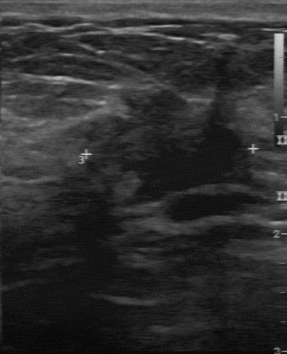
B-mode breast ultrasound.
Pixel coordinates (x1, y1, x2, y2): Segment the mass: bounding box x1=60, y1=85, x2=271, y2=218. The mass is malignant on biopsy or follow-up. BI-RADS 4.